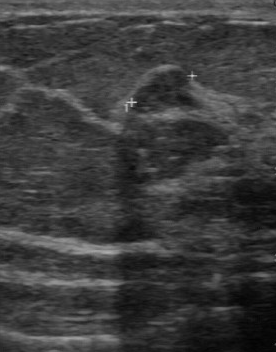
Imaging: breast ultrasound.
The original reader assigned BI-RADS 4. Findings on the second read (an independent reader): a hypoechoic lesion, margin irregular, boundary clear. Pathology confirmed benign sclerosing adenosis.